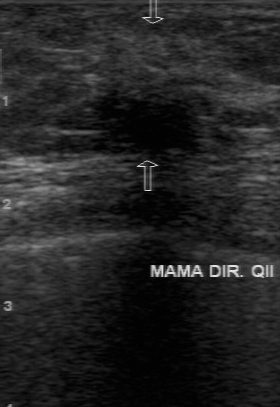
Acquired on GE Logiq 7 @10-14MHz. Breast ultrasound.
Original-read BI-RADS category: 4. On a second, independent read, a mass with an irregular margin and an unclear boundary is seen; it is slightly hypoechoic. There are no calcifications. Pathology confirmed malignant invasive ductal carcinoma.